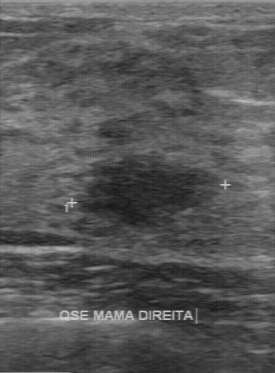
Breast ultrasound scan.
Lesion characteristics:
- contour: regular
- echo pattern: hypoechoic
- pathology: fibroadenoma
- lesion boundary: fairly clear
- calcifications: absent